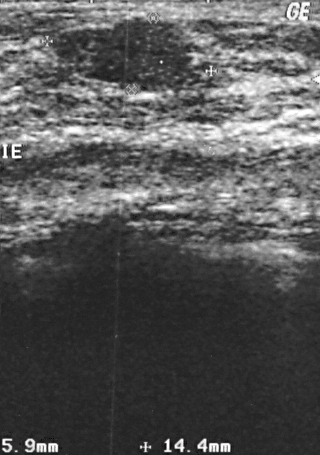
Imaging: breast ultrasound scan.
Histopathology: fibroadenoma (benign). This finding proved benign on biopsy or follow-up. The finding is assessed as BI-RADS 2.